B-mode breast ultrasound.
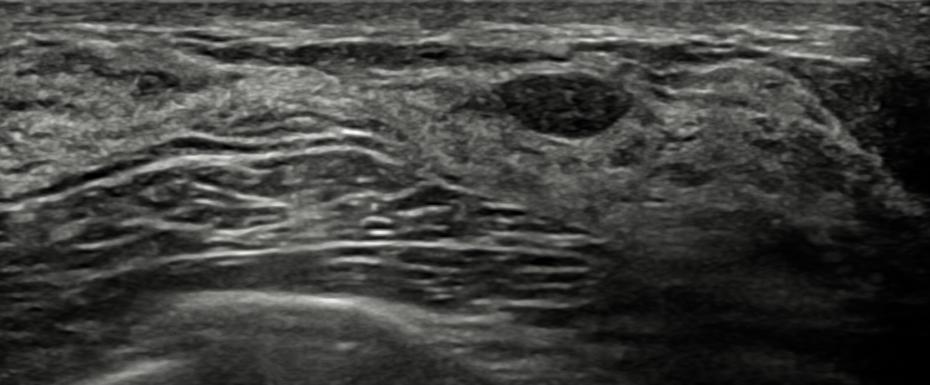
BI-RADS category 3. Biopsy or follow-up result: benign. Radiologic interpretation: Fibroadenoma; Duct filled with thick fluid. Verification: follow-up care. The mass appears oval. Margin: circumscribed. Internally the mass is heterogeneous. There are no posterior acoustic features. There is no echogenic halo. Calcifications: none. Skin thickening: none.